Breast ultrasound scan. Scanner: GE Logiq 7 @10-14MHz.
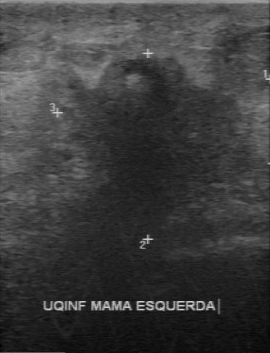
Outcome on biopsy or follow-up: malignant. (BI-RADS category 5.)